Modality: breast ultrasound.
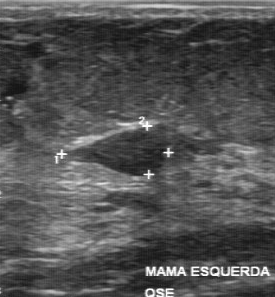
The finding is benign on biopsy or follow-up. BI-RADS 4.